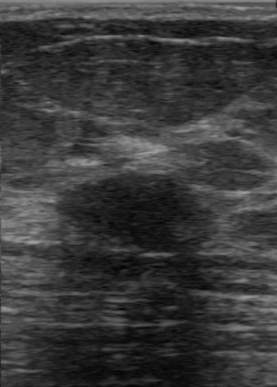
Modality: B-mode breast ultrasound.
BI-RADS 3 in the original read. A second reader, independent of the original assessment, describes a hypoechoic lesion with a regular margin; the boundary is clear. Pathology confirmed benign fibroadenoma.